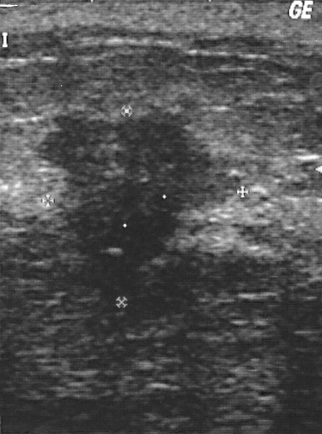
Acquired on GE Logiq 5 @10-12MHz. Modality: breast US.
The breast lesion occupies approximately (33, 107) to (247, 294). The breast lesion is malignant on biopsy or follow-up.